Acquired on GE Logiq 5 @10-12MHz. Modality: breast sonogram.
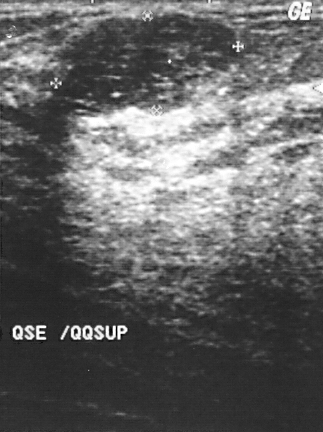
The breast lesion is benign on biopsy or follow-up. BI-RADS 2.